Imaging: breast ultrasound image.
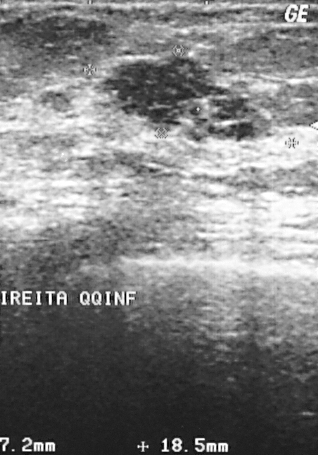
Biopsy or follow-up result: malignant.